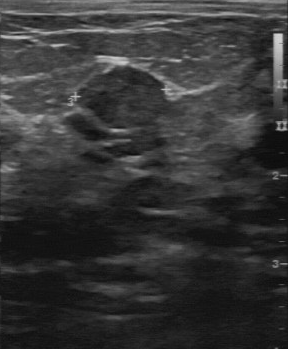
Acquired on GE Logiq 7 @10-14MHz. Imaging: breast US.
The contour is regular. Original BI-RADS: 3. Boundary is clear. The second-reader BI-RADS is 3. Echogenicity: slightly hypoechoic. Histopathology is fibroadenoma.